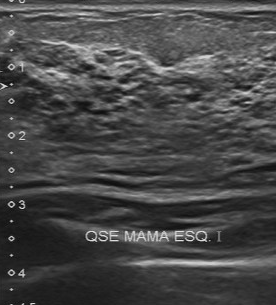
B-mode breast ultrasound.
(coordinates in a 276x305 pixel frame) The finding is located within the bounding box (67,79)-(231,183). The finding is malignant on biopsy or follow-up.